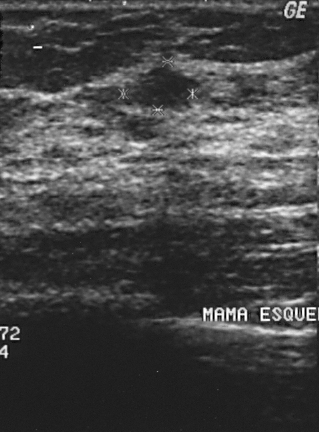
Imaging: breast US. Acquired on GE Logiq 5 @10-12MHz.
BI-RADS assessment: 2.
OUTCOME ON BIOPSY OR FOLLOW-UP: benign.